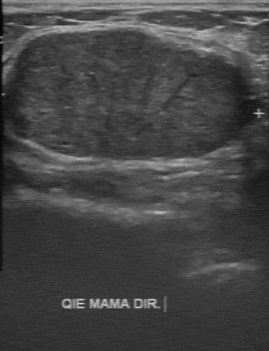
Breast ultrasound scan.
FINDINGS: Contour: regular. Lesion boundary: clear. Internal echoes: slightly hypoechoic. Calcifications: none.
OUTCOME ON BIOPSY OR FOLLOW-UP: benign.